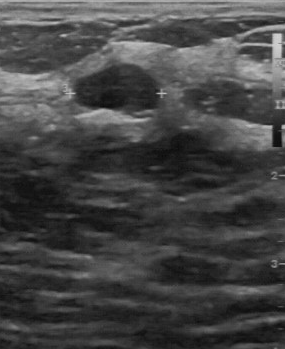
Imaging: B-mode breast ultrasound.
A breast lesion is seen with BI-RADS category: 2, outcome on biopsy or follow-up: benign.